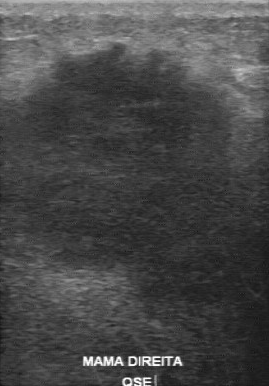
Imaging: breast ultrasound. Scanner: GE Logiq 7 @10-14MHz.
Pixel coordinates (x1, y1, x2, y2): Lesion region of interest: [1, 44, 237, 272]. The lesion is malignant on biopsy or follow-up.